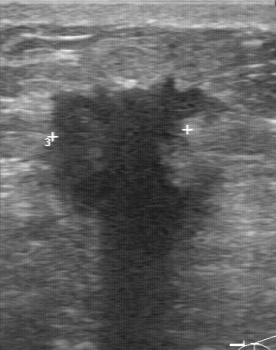
Acquired on GE Logiq 7 @10-14MHz. Breast sonogram.
The BI-RADS (first reader) is 5. Margin: irregular. Confirmed outcome (biopsy or follow-up) is malignant. There are no calcifications. Internal echoes are hypoechoic. BI-RADS (second read) is 4C. Lesion boundary: unclear.